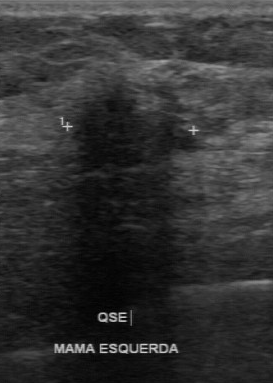
Imaging: breast US.
Finding: breast lesion, malignant on biopsy or follow-up.